Scanner: GE Logiq 7 @10-14MHz. Breast sonogram.
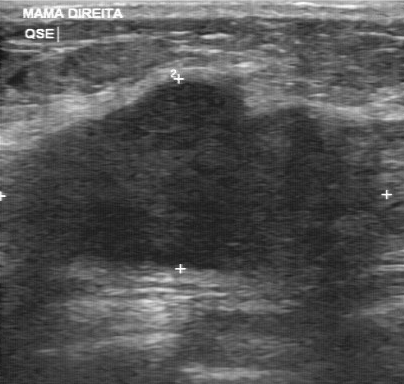
Calcifications are absent. Boundary: somewhat unclear. Internal echoes: hypoechoic. Lesion margin: partially regular.